Background echotexture is homogeneous: fat. B-mode breast ultrasound.
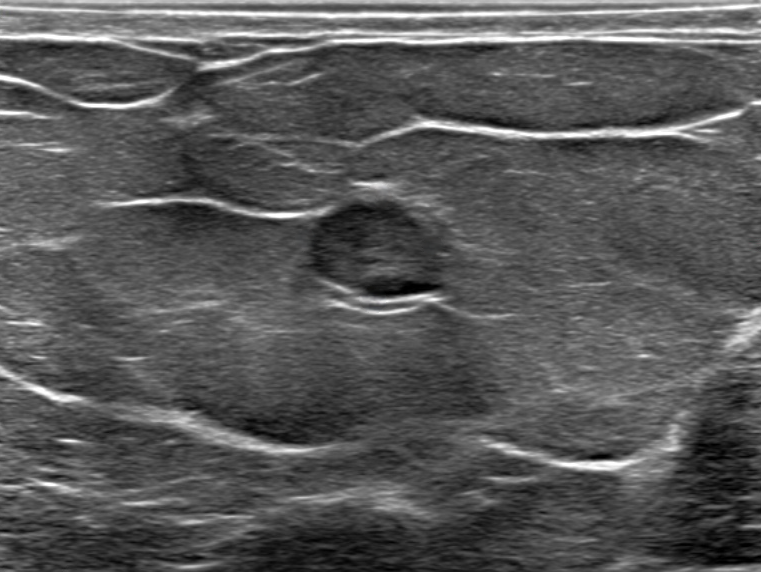
There is an oval breast lesion that is hypoechoic, with indistinct margins. Posterior features: none. Calcifications: none. BI-RADS 4B; benign on biopsy or follow-up. Radiologist's impression: Dysplasia; Fibroadenoma. Biopsy result: Intramammary lymph node.